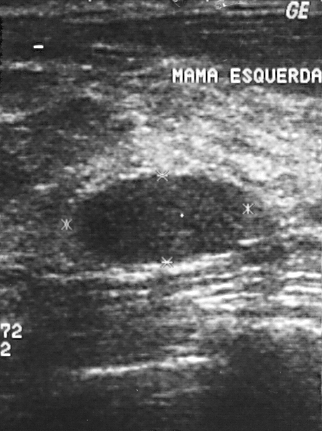
B-mode breast ultrasound.
This B-mode breast ultrasound shows a mass. It was assessed as BI-RADS 2. The biopsy result was fibroadenoma; the mass is benign.